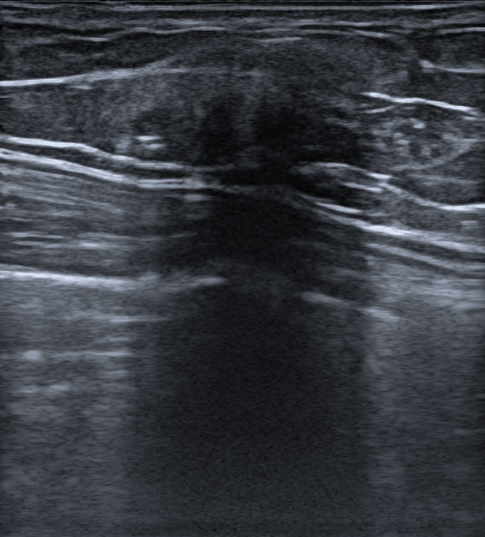
Imaging: breast sonogram.
Its echo pattern is heterogeneous.
Posterior features: shadowing.
It has an irregular shape.
There are no calcifications.
Skin thickening: none.
Margin: not circumscribed, indistinct.
An echogenic halo is present.
Radiologist's impression: Suspicion of malignancy; Mastitis.
BI-RADS assessment: 4B.
Biopsy confirmed mastitis.
Biopsy or follow-up result: benign.